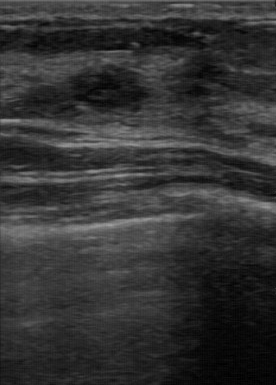
Breast sonogram.
The original reader assigned BI-RADS 4. A second reader, independent of the original assessment, describes a hypoechoic breast lesion with a partially regular margin; the boundary is fairly clear. No calcifications are seen. The biopsy result was fibroadenoma; the breast lesion is benign.